Scanner: GE Logiq 7 @10-14MHz. Modality: breast ultrasound.
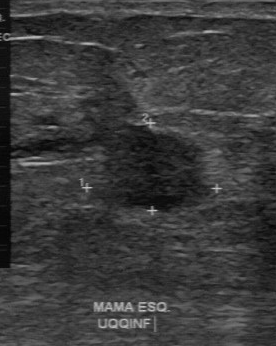
The margin is regular. Second-reader BI-RADS is 4A. The echo pattern is slightly hypoechoic.